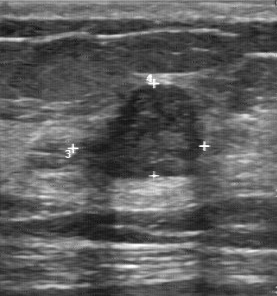
Breast ultrasound image.
This breast ultrasound image shows a lesion, malignant on biopsy or follow-up.